Modality: breast ultrasound image.
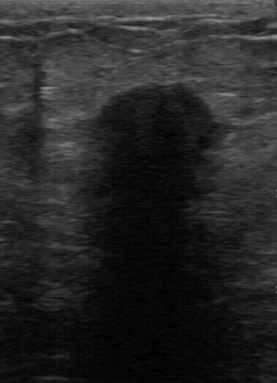
Finding: lesion, malignant on biopsy or follow-up.